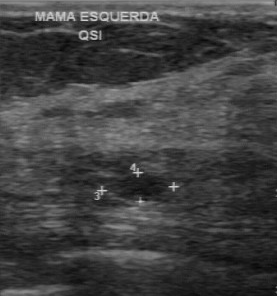
Modality: breast ultrasound.
This breast ultrasound shows a mass with fairly clear lesion boundary, regular margin, biopsy or follow-up result: benign, calcifications: none, hypoechoic echo pattern.